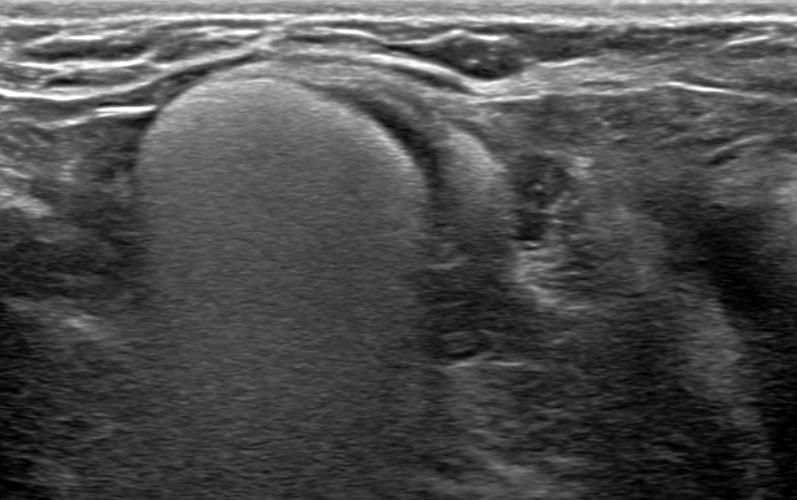
Background echotexture is heterogeneous: predominantly fat. 39-year-old patient. Breast ultrasound.
Biopsy or follow-up result: benign.